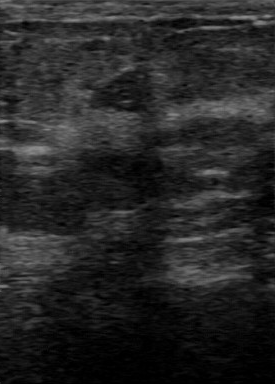
Imaging: B-mode breast ultrasound.
The lesion was assessed as BI-RADS 3 by the original reader. Descriptors from an independent second read (not the reader who assigned the category): Margin: regular. Calcifications: none. Its boundary is fairly clear. Echo pattern: hypoechoic. Histopathology: fibroadenoma (benign).